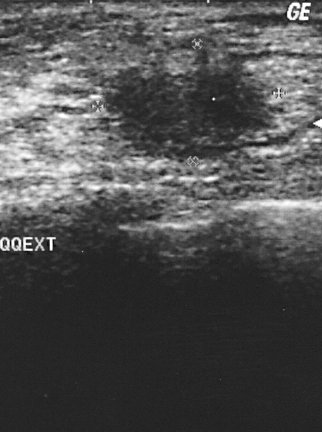
Imaging: breast sonogram.
Breast lesion: malignant on biopsy or follow-up. (BI-RADS category 4.)